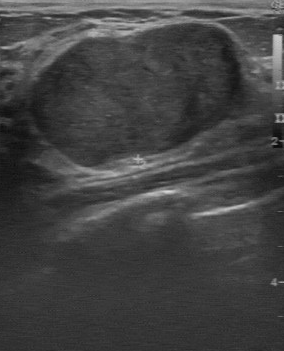
Modality: breast ultrasound image.
FINDINGS: Breast ultrasound image. Boundary: clear. Echogenicity: slightly hypoechoic. Biopsy or follow-up result: benign. Contour: regular. Calcifications: absent.
OUTCOME ON BIOPSY OR FOLLOW-UP: benign.